Modality: breast US.
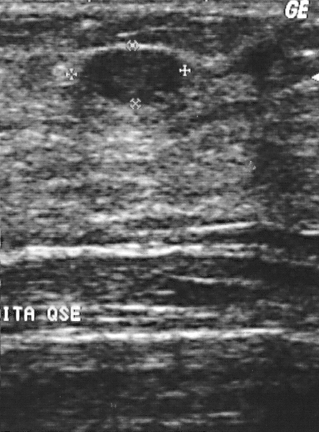
BI-RADS category 2. Outcome on biopsy or follow-up: benign. Histopathology: fibroadenoma (benign).